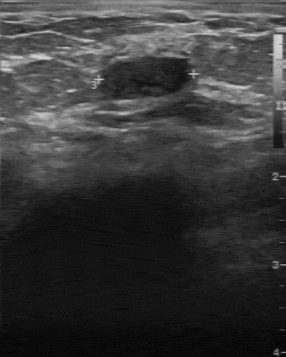
Breast ultrasound scan. Acquired on GE Logiq 7 @10-14MHz.
FINDINGS: Second-reader BI-RADS: 3. Echogenicity: slightly hypoechoic. Biopsy result: cyst. Boundary: clear. Margin: regular.